Modality: breast sonogram.
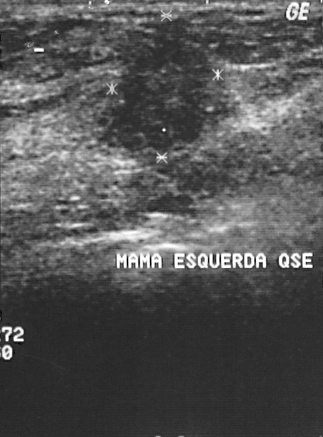
Histopathology: invasive ductal carcinoma. Assigned BI-RADS 4. Outcome on biopsy or follow-up: malignant.